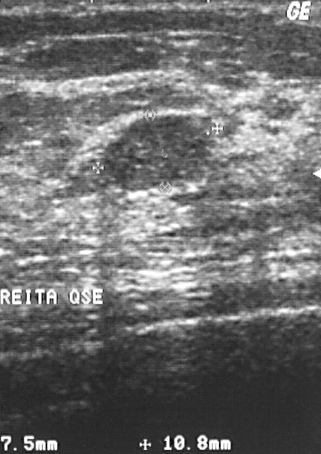
Scanner: GE Logiq 5 @10-12MHz. Imaging: breast ultrasound.
This breast ultrasound shows a finding. Assessment: BI-RADS 2. Biopsy showed fibrocystic changes, a benign finding.